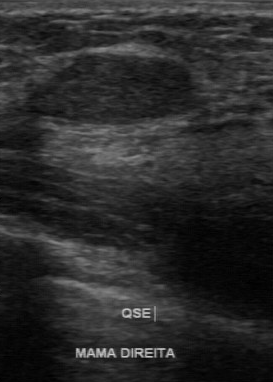
Modality: breast sonogram.
The original reader assigned BI-RADS 2. The following findings are from a second reader, independent of the original assessment. Margin: regular. Its boundary is clear. Echo pattern: hypoechoic. There are no calcifications. Biopsy showed fibroadenoma, a benign finding.